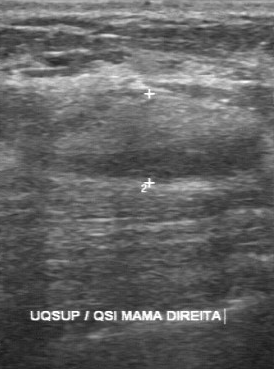
Breast ultrasound image.
The biopsy result is hamartoma. The biopsy or follow-up result is benign. BI-RADS assessment: 3.